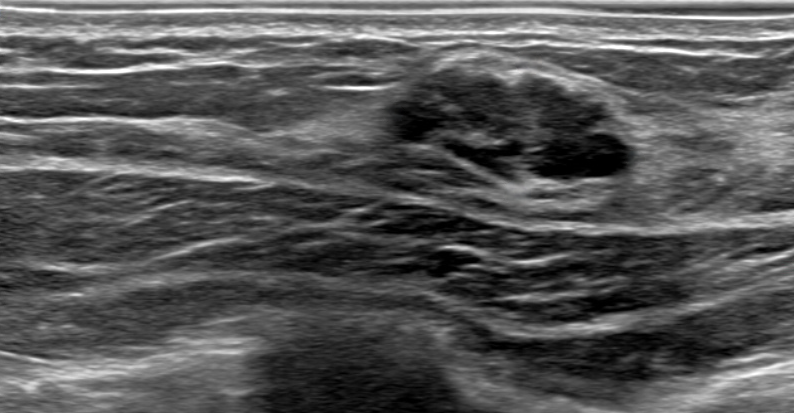
Background tissue composition: heterogeneous: predominantly fibroglandular. Modality: breast US.
An irregular, heterogeneous breast lesion with non-circumscribed (microlobulated) margins is seen. There are no posterior features. There is no echogenic halo. BI-RADS 4B; outcome on biopsy or follow-up: benign. Radiologist's impression: Dysplasia; Fibroadenoma. Biopsy result: Fibroadenoma.